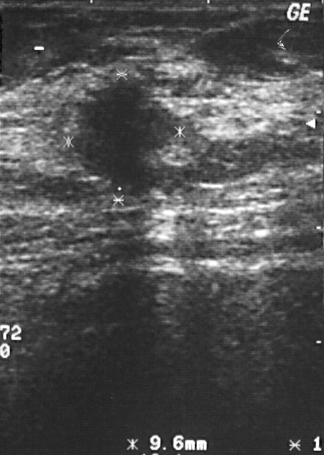
Breast ultrasound.
Segment the breast lesion: bounding box (66, 75) to (185, 200). The breast lesion is malignant on biopsy or follow-up.